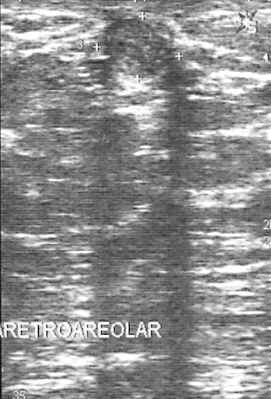
Imaging: breast US.
Pathology: fibrocystic changes. BI-RADS: 2.
OUTCOME ON BIOPSY OR FOLLOW-UP: benign.